Breast ultrasound.
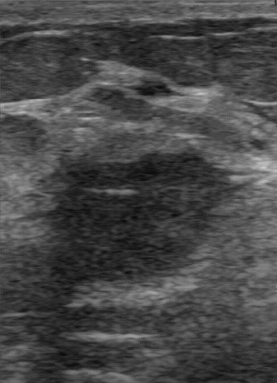
This breast ultrasound shows a finding, malignant on biopsy or follow-up. BI-RADS 4.